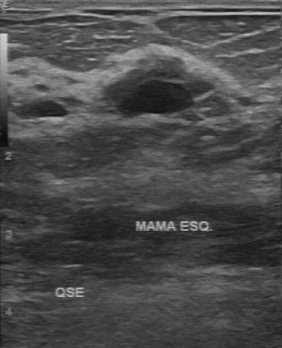
Modality: B-mode breast ultrasound.
The biopsy or follow-up result is benign. No calcifications are seen. Lesion boundary: fairly clear. The independent BI-RADS assessment is 3.